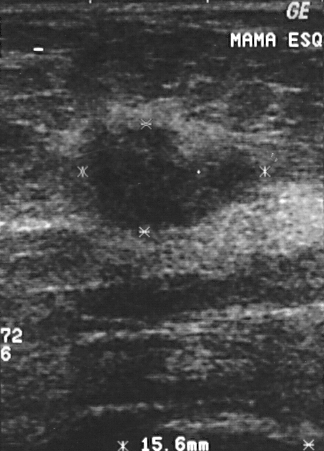
Breast sonogram.
This breast sonogram shows a lesion. BI-RADS category 4. Biopsy showed invasive ductal carcinoma, a malignant finding.